Breast US.
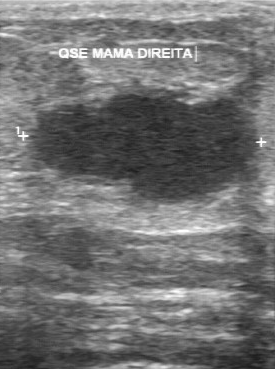
FINDINGS: Breast US. Boundary: fairly clear. Original BI-RADS: 5. BI-RADS (second read): 4A.
OUTCOME ON BIOPSY OR FOLLOW-UP: malignant.